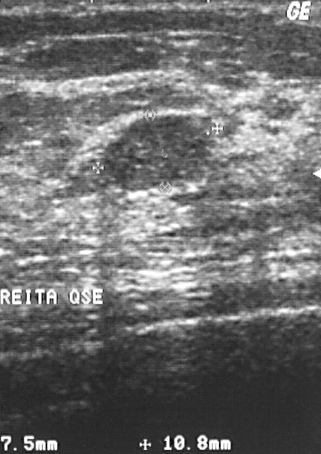
Imaging: breast sonogram.
Biopsy showed fibrocystic changes.
The breast lesion is assessed as BI-RADS 2.
Outcome on biopsy or follow-up: benign.